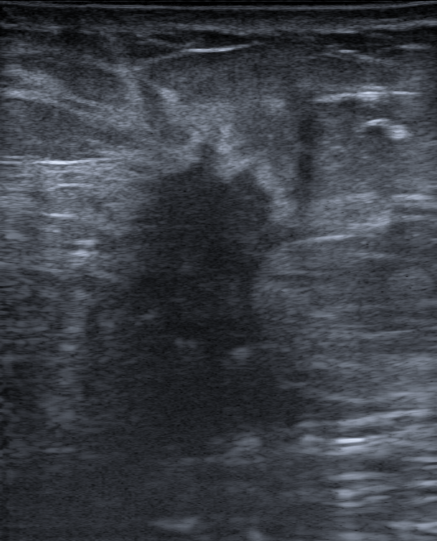
Background tissue composition: heterogeneous: predominantly fibroglandular. Breast ultrasound image.
Biopsy or follow-up result: malignant. BI-RADS 5.